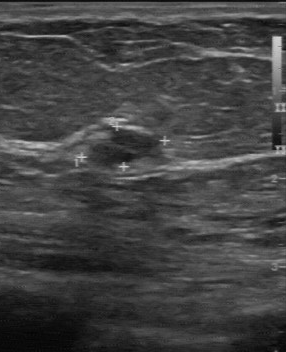
Breast ultrasound.
Second-reader BI-RADS is 3. Confirmed outcome (biopsy or follow-up) is benign. BI-RADS (first reader): 2.